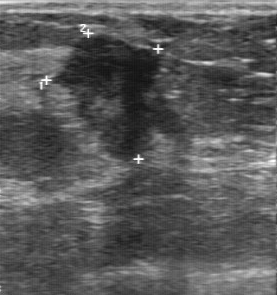
Scanner: GE Logiq 7 @10-14MHz. Imaging: breast US.
Original-read BI-RADS category: 5. The following findings are from a second reader, independent of the original assessment. The finding has an irregular margin. Boundary: unclear. Internally the finding is hypoechoic. Calcifications: none. Histopathology: invasive ductal carcinoma (malignant).